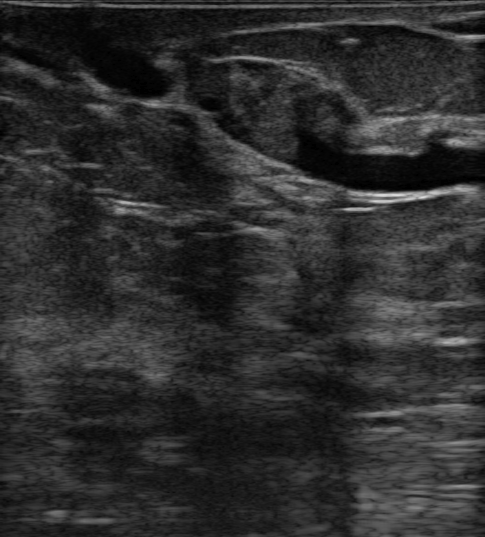
Imaging: breast ultrasound image.
There is an oval lesion that is hyperechoic, with circumscribed margins. There are no posterior acoustic features. There are no calcifications. BI-RADS 4A; benign on biopsy or follow-up. Biopsy result: Intraductal papilloma.